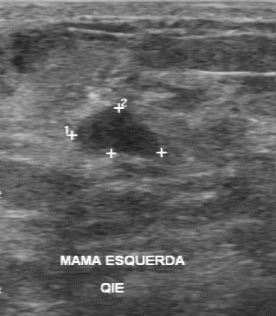
Imaging: breast ultrasound image. Scanner: GE Logiq 7 @10-14MHz.
BI-RADS 3 in the original read; on a second read the margin is regular, the boundary clear and the finding hypoechoic. Biopsy showed fibroadenoma, a benign finding.